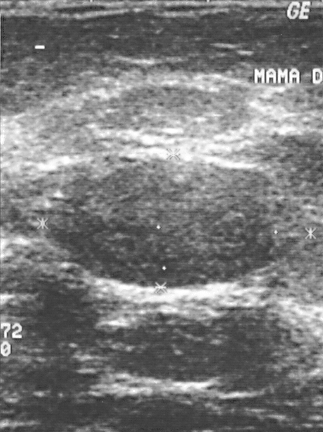
Modality: breast ultrasound.
This breast ultrasound shows a breast lesion, benign on biopsy or follow-up. (BI-RADS category 2.)